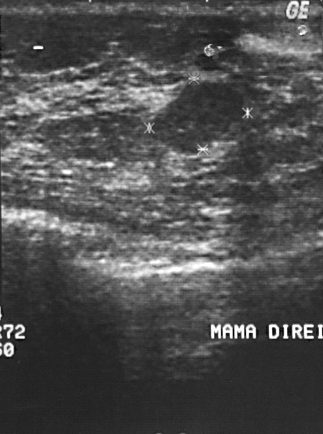
Modality: B-mode breast ultrasound.
BI-RADS category 2.
The breast lesion is benign on biopsy or follow-up.
Biopsy showed fibroadenoma.